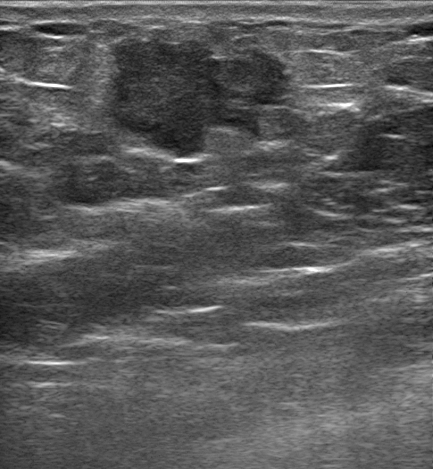
Modality: breast sonogram.
An irregular, hypoechoic finding with angular and indistinct margins is seen. There is posterior acoustic enhancement. No calcifications are seen. An echogenic halo is present. Skin thickening: none. BI-RADS assessment: 5; biopsy or follow-up result: malignant. Radiologist's impression: Suspicion of malignancy; Fibroadenoma; Intraductal papilloma. Biopsy result: Invasive carcinoma of no special type (NST); Invasive micropapillary carcinoma.